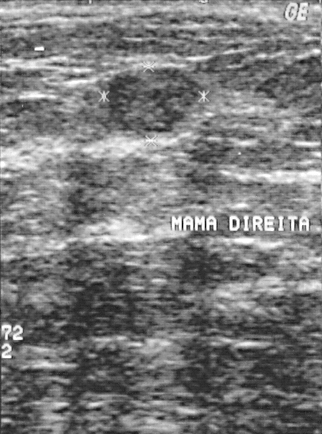
Acquired on GE Logiq 5 @10-12MHz. Imaging: B-mode breast ultrasound.
The finding is benign on biopsy or follow-up. BI-RADS 2.